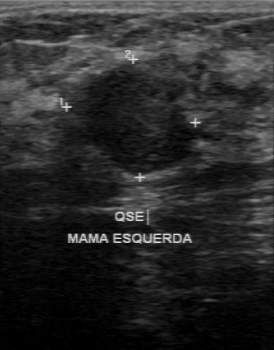
Imaging: breast sonogram. Acquired on GE Logiq 7 @10-14MHz.
Lesion characteristics:
- confirmed outcome (biopsy or follow-up): benign
- histopathology: fibroadenoma
- BI-RADS category: 4